Modality: breast ultrasound.
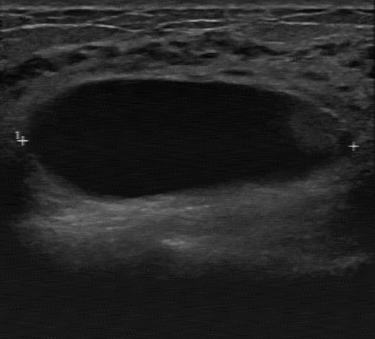
Biopsy or follow-up result: benign.